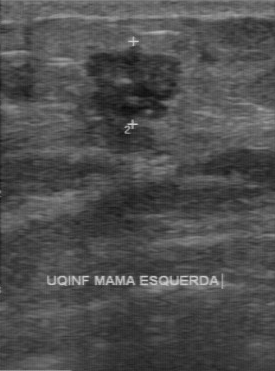
Imaging: breast ultrasound scan.
- calcifications: absent
- echo pattern: hypoechoic
- margin: partially regular
- lesion boundary: somewhat unclear